Breast sonogram.
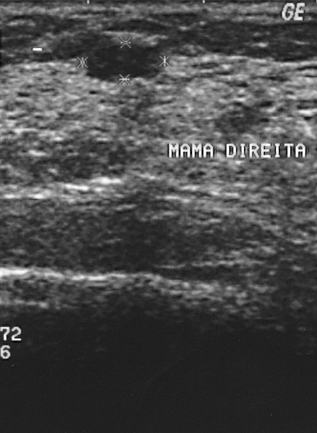
The breast lesion demonstrates BI-RADS category: 2, biopsy or follow-up result: benign.